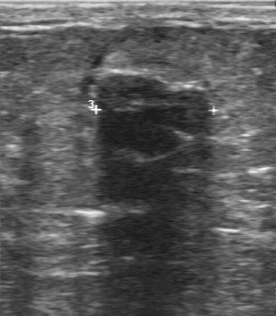
Modality: B-mode breast ultrasound.
Finding: lesion, benign on biopsy or follow-up. (BI-RADS category 2.)